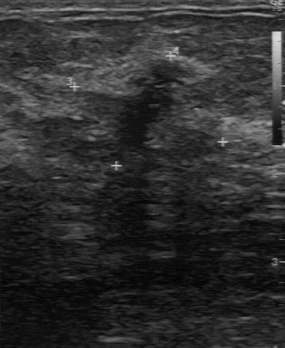
Breast sonogram.
(coordinates in a 285x348 pixel frame) Mass bounding box: (36, 61) to (222, 173).